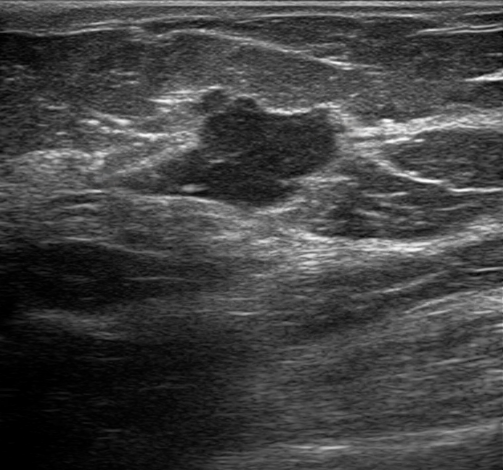
Imaging: breast ultrasound image.
Shape: irregular.
The margin is not circumscribed (angular, microlobulated and indistinct).
Internally the breast lesion is hypoechoic.
There is posterior acoustic enhancement.
There is no echogenic halo.
Calcifications: indefinable.
No skin thickening is seen.
Assigned BI-RADS 4B.
Differential on reading: Suspicion of malignancy; Dysplasia; Fibroadenoma; Intraductal papilloma.
Histopathology: Ductal carcinoma in situ (DCIS).